Breast ultrasound image.
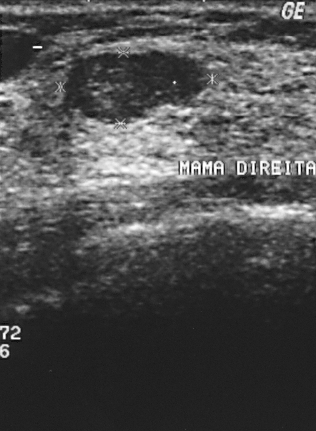
The mass occupies approximately x1=68, y1=52, x2=201, y2=124.